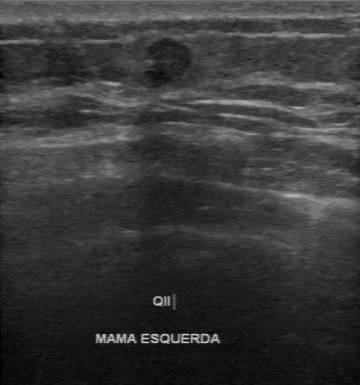
Breast ultrasound image.
(coordinates in a 360x385 pixel frame) Segment the breast lesion: bounding box top-left (141, 38), bottom-right (194, 89).